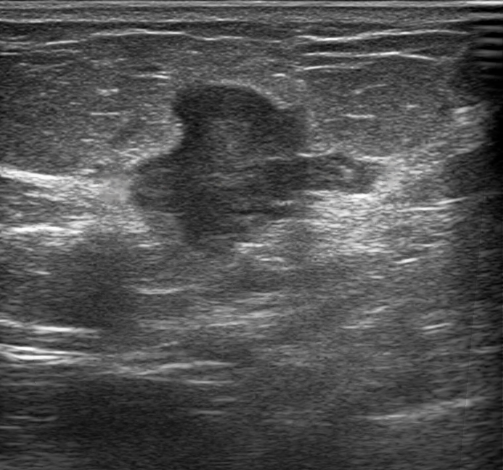
66-year-old patient. Imaging: breast ultrasound image.
Finding: mass, malignant on biopsy or follow-up.